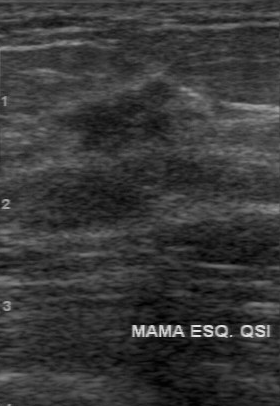
Imaging: breast sonogram. Scanner: GE Logiq 7 @10-14MHz.
Breast sonogram findings:
- biopsy result: invasive ductal carcinoma
- BI-RADS: 5